Imaging: breast ultrasound. Acquired on GE Logiq 7 @10-14MHz.
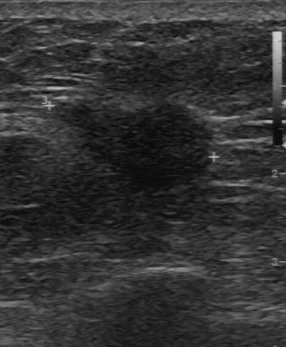
This breast ultrasound shows a mass with calcifications: absent, hypoechoic internal echoes, unclear boundary, irregular contour, confirmed outcome (biopsy or follow-up): malignant.